Scanner: GE Logiq 5 @10-12MHz. Imaging: breast ultrasound image.
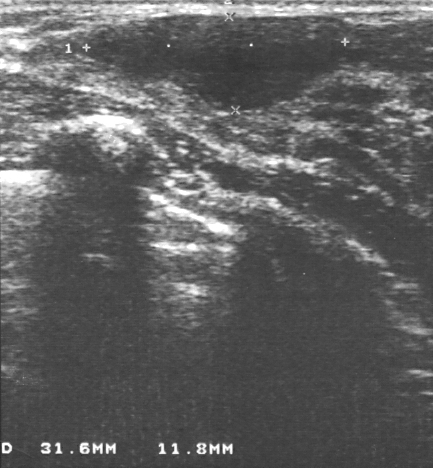
A lesion is seen. It was assessed as BI-RADS 3. Histopathology: fibroadenoma (benign).